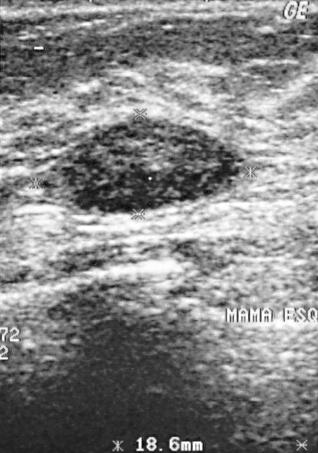
Breast US.
A mass is seen. Assessment: BI-RADS 2. Pathology confirmed benign fibroadenoma.